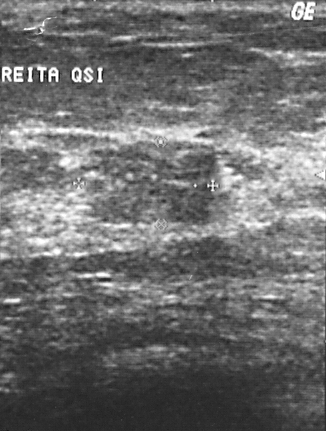
Imaging: B-mode breast ultrasound.
Biopsy result: invasive ductal carcinoma. BI-RADS assessment: 4.
OUTCOME ON BIOPSY OR FOLLOW-UP: malignant.